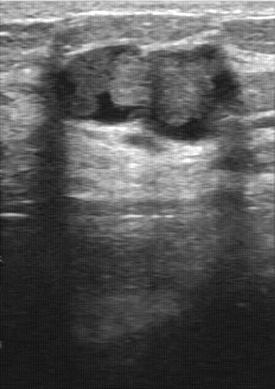
Imaging: breast ultrasound image.
Finding: lesion, benign on biopsy or follow-up. (BI-RADS category 4.)